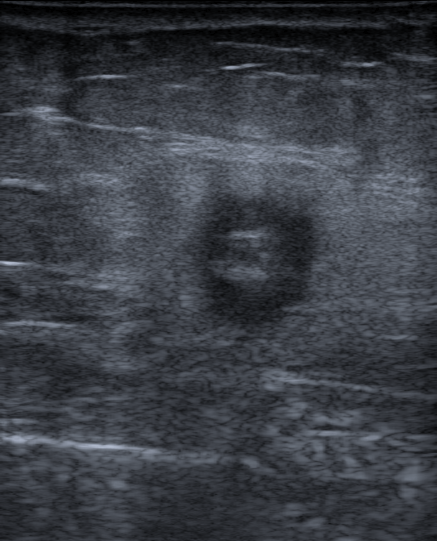
Imaging: breast sonogram.
There is an irregular breast lesion that is hypoechoic, with non-circumscribed (spiculated and indistinct) margins. There are no posterior acoustic features. There is no skin thickening. Calcifications: in a mass. There is an echogenic halo. BI-RADS assessment: 4C; biopsy or follow-up result: malignant. Radiologist's impression: Suspicion of malignancy. Biopsy confirmed invasive carcinoma of no special type (NST).